Modality: breast ultrasound image.
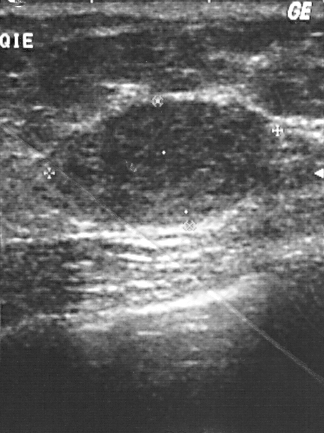
The mass is benign on biopsy or follow-up.